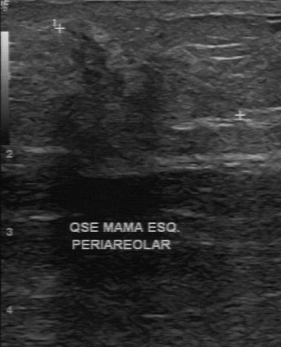
Acquired on GE Logiq 7 @10-14MHz. Breast sonogram.
BI-RADS 4 in the original read.
Descriptors from an independent second read (not the reader who assigned the category):
Its boundary is unclear.
Margin: irregular.
No calcifications are seen.
The lesion is slightly hypoechoic.
Histopathology: invasive lobular carcinoma (malignant).